Imaging: breast US. Scanner: GE Logiq 7 @10-14MHz.
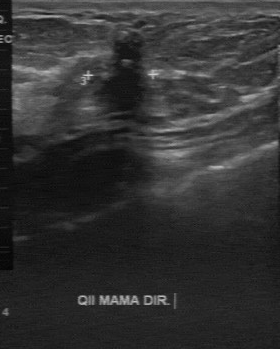
FINDINGS: Calcifications: suspected. Biopsy or follow-up result: malignant. Contour: irregular. Histopathology: invasive lobular carcinoma. Boundary: unclear. Echogenicity: hypoechoic.
OUTCOME ON BIOPSY OR FOLLOW-UP: malignant.